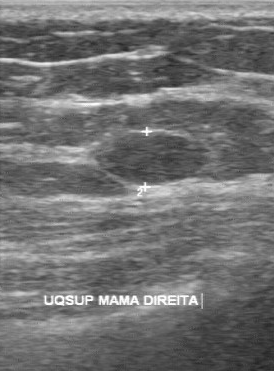
Imaging: breast US. Acquired on GE Logiq 7 @10-14MHz.
Pixel coordinates (x1, y1, x2, y2): The mass occupies approximately (89, 133) to (215, 186).